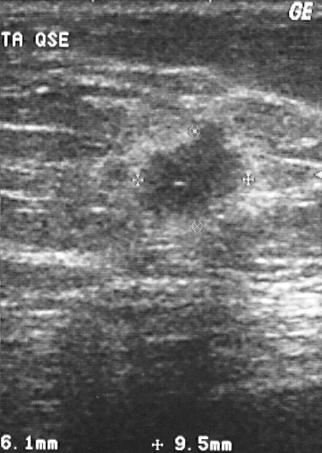
Modality: breast ultrasound image.
A finding is present on this breast ultrasound image. BI-RADS category 4. The biopsy result was invasive ductal carcinoma; the finding is malignant.